Scanner: GE Logiq 7 @10-14MHz. Modality: breast ultrasound scan.
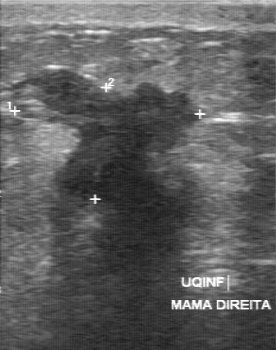
This breast ultrasound scan shows a lesion, malignant on biopsy or follow-up.